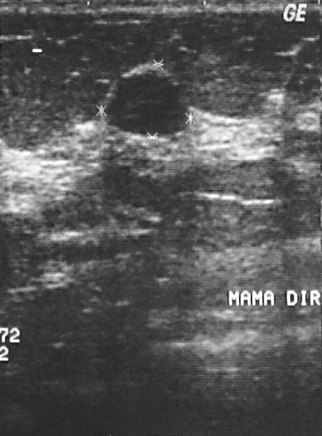
Acquired on GE Logiq 5 @10-12MHz. Modality: breast ultrasound.
(coordinates in a 322x436 pixel frame) The breast lesion occupies approximately [107, 74, 189, 133].